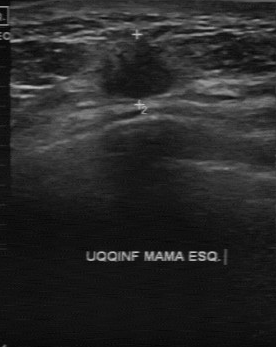
Modality: breast ultrasound image.
Coordinates are pixels in the 276x347 image. The lesion is located within the bounding box [96, 36, 174, 98].